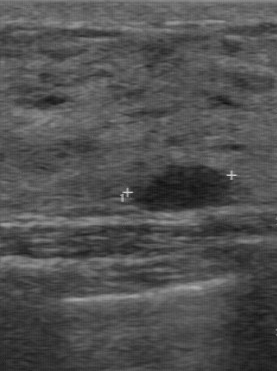
Imaging: B-mode breast ultrasound.
FINDINGS: B-mode breast ultrasound. Calcifications: none. Echogenicity: hypoechoic. Histopathology: fibroadenoma. Lesion boundary: clear. Contour: regular.